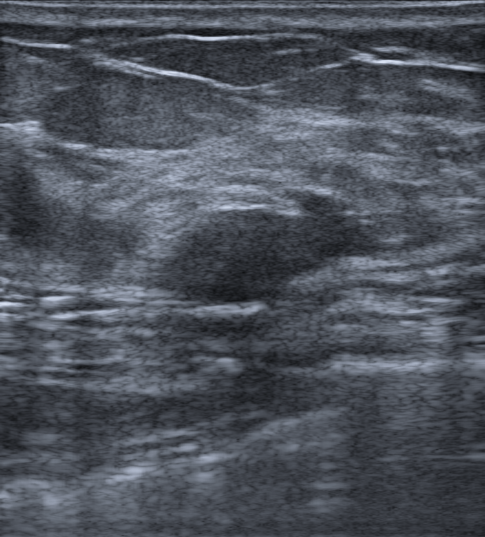
Imaging: breast ultrasound image. Age 52.
Biopsy or follow-up result: benign.